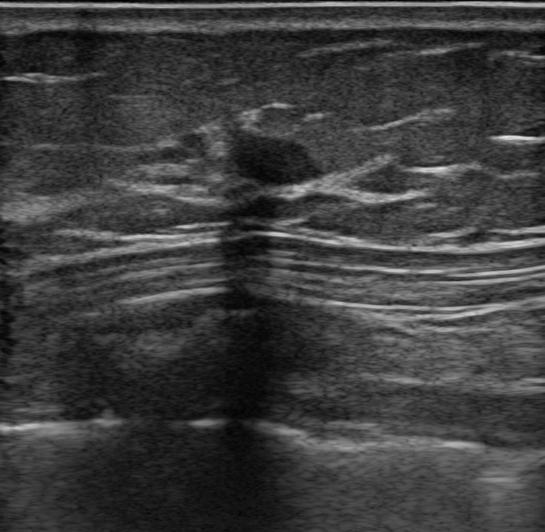
Imaging: breast sonogram. Background tissue composition: heterogeneous: predominantly fat. Patient age: 76.
It has an oval shape. Margins are circumscribed. Its echo pattern is hypoechoic. Posterior shadowing is present. There is no echogenic halo. There are calcifications in the mass. No skin thickening is seen. Biopsy or follow-up result: benign. The finding is assessed as BI-RADS 3. The finding was confirmed by follow-up care. Differential on reading: Complex cyst / Non-simple cyst; Cyst filled with thick fluid; Dysplasia; Fibroadenoma.